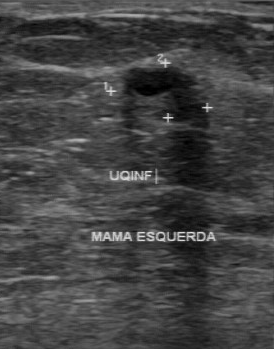
Acquired on GE Logiq 7 @10-14MHz. Modality: breast ultrasound.
The breast lesion was assessed as BI-RADS 4 by the original reader. A second, independent read describes the breast lesion as follows. Margin: regular. Its boundary is clear. The breast lesion has a mixed cystic and solid echo pattern. No calcifications are seen. The biopsy result was intraductal papilloma; the breast lesion is benign.